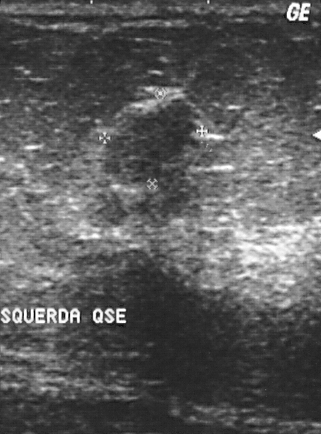
Modality: B-mode breast ultrasound. Acquired on GE Logiq 5 @10-12MHz.
Biopsy or follow-up result: benign. (BI-RADS category 2.)